Breast ultrasound scan.
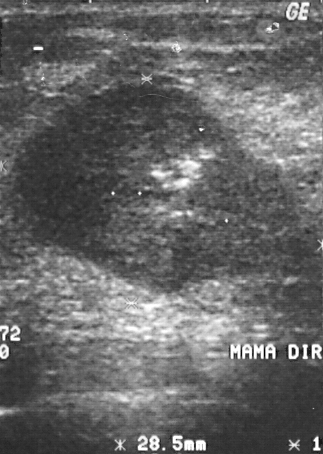
The breast lesion is malignant on biopsy or follow-up.